Modality: breast ultrasound scan.
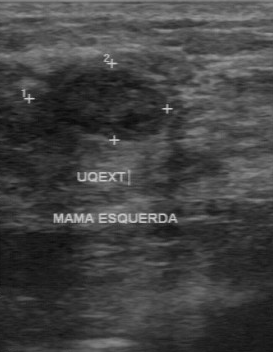
Segment the lesion: bounding box x1=44, y1=67, x2=169, y2=141. The lesion is benign on biopsy or follow-up.